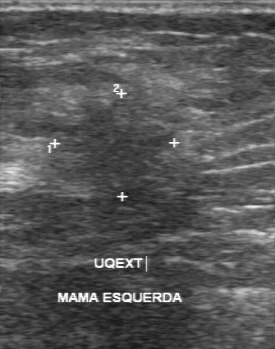
Imaging: breast ultrasound scan.
BI-RADS 5 in the original read.
The following findings are from a second reader, independent of the original assessment.
The finding has an irregular margin.
Boundary: unclear.
The finding is slightly hypoechoic.
No calcifications are seen.
The biopsy result was invasive ductal carcinoma; the finding is malignant.